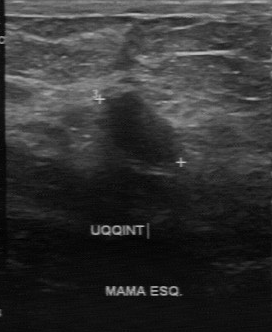
Breast ultrasound. Scanner: GE Logiq 7 @10-14MHz.
The outcome on biopsy or follow-up is benign. Internal echoes: hypoechoic. Margin: partially regular. Boundary: fairly clear. There are no calcifications.